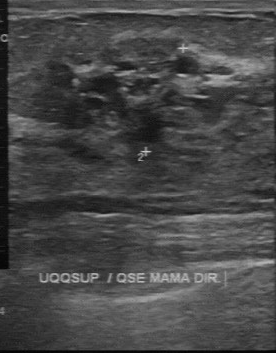
Modality: breast ultrasound.
A finding is seen with histopathology: hyperplasia, BI-RADS: 3, biopsy or follow-up result: benign.